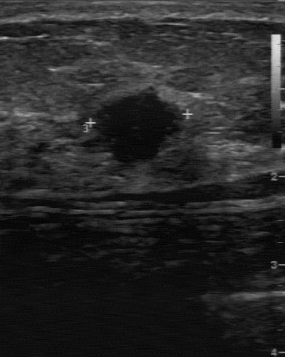
B-mode breast ultrasound.
Margin: partially regular. The lesion boundary is fairly clear. Echo pattern is hypoechoic. Outcome on biopsy or follow-up is malignant. Calcifications are absent. Histopathology: medullary carcinoma.